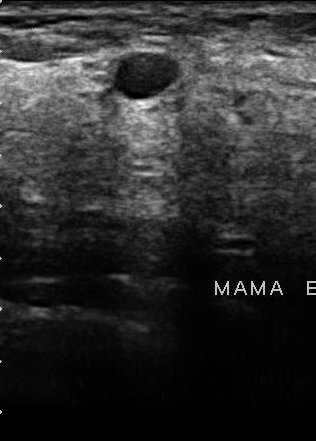
Breast ultrasound.
The original reader assigned BI-RADS 2. The following findings are from a second reader, independent of the original assessment. The margin is regular. The lesion boundary is clear. The finding is anechoic. Calcifications: none. The biopsy result was fibroadenoma; the finding is benign.